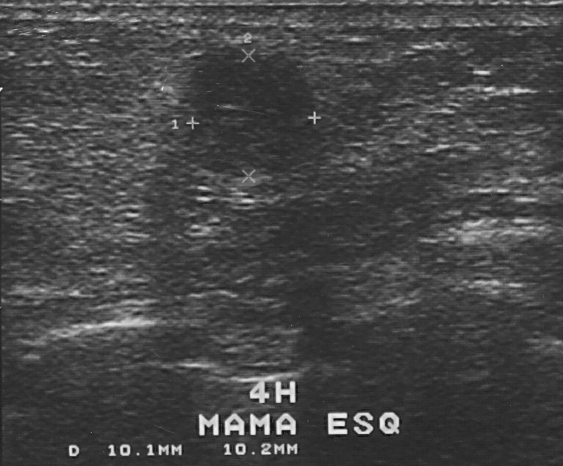
Modality: B-mode breast ultrasound. Scanner: GE Logiq 5 @10-12MHz.
B-mode breast ultrasound findings:
- pathology: fibrocystic changes
- BI-RADS: 4